Modality: breast ultrasound image.
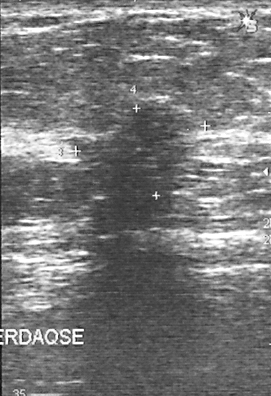
BI-RADS assessment: 4.
Outcome on biopsy or follow-up: malignant.
Histopathology: invasive ductal carcinoma (malignant).